Breast US.
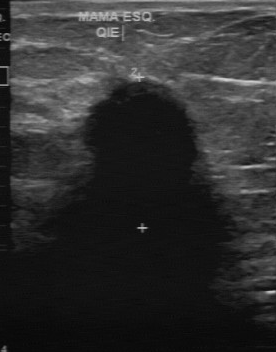
Pixel coordinates (x1, y1, x2, y2): The mass occupies approximately x1=81, y1=78, x2=198, y2=202. BI-RADS 5.